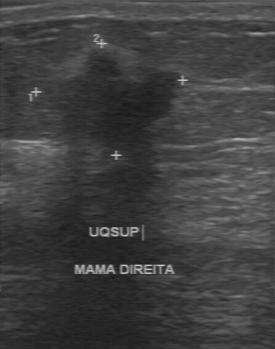
Modality: breast US.
The mass demonstrates BI-RADS: 4, outcome on biopsy or follow-up: malignant.